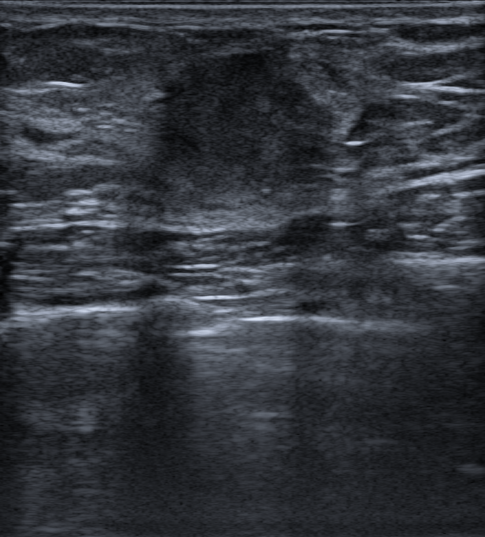
Imaging: breast ultrasound.
The breast lesion demonstrates not circumscribed - spiculated and indistinct margin, BI-RADS assessment: 4C, biopsy or follow-up result: malignant, calcifications: none, skin thickening: none, histopathology: Mucinous carcinoma, echogenic halo: present, irregular shape, hypoechoic echotexture, verification: confirmed by biopsy, posterior acoustic features: absent.